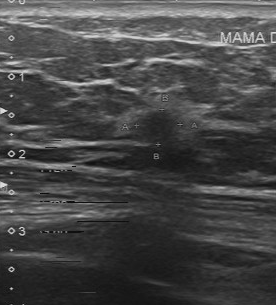
Imaging: breast US.
The original reader assigned BI-RADS 4. On a second read by an independent reader: Its boundary is somewhat unclear. Margin: partially regular. The mass is slightly hypoechoic. Calcifications: none. Histopathology: invasive ductal carcinoma (malignant).